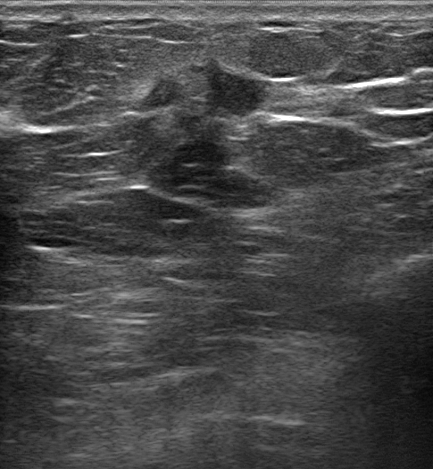
Modality: breast ultrasound.
FINDINGS: Breast ultrasound. Calcifications: absent. Lesion shape: irregular. Verification: confirmed by biopsy. Posterior features: shadowing. Echogenicity: heterogeneous. Pathology: Invasive carcinoma of no special type (NST); Ductal carcinoma in situ (DCIS). Skin thickening: none. BI-RADS: 5.
OUTCOME ON BIOPSY OR FOLLOW-UP: malignant.